Imaging: breast US.
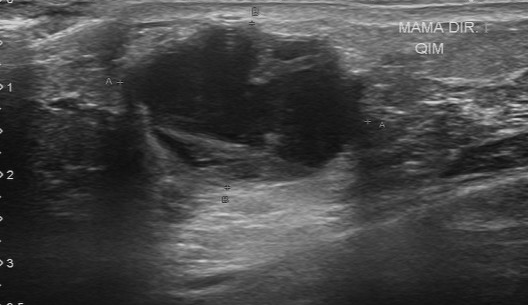
A finding is seen with fairly clear boundary, mixed cystic and solid internal echoes, calcifications: absent, regular contour.